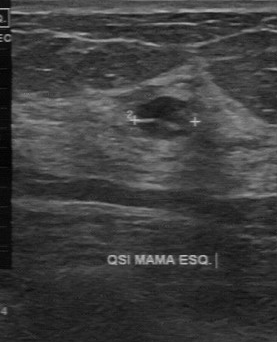
Breast ultrasound.
The original reader assigned BI-RADS 2. The following findings are from a second reader, independent of the original assessment. The margin is partially regular. Boundary: fairly clear. Echo pattern: slightly hypoechoic. No calcifications are seen. The biopsy result was cyst; the finding is benign.